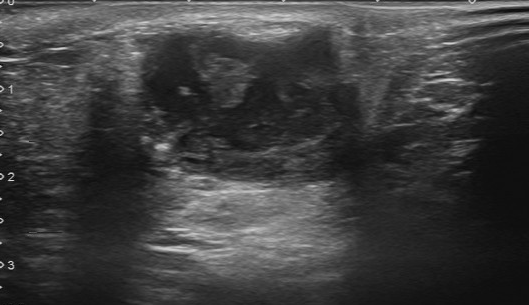
Imaging: breast ultrasound image. Acquired on Toshiba Aplio 300 @12-14 MHz.
Biopsy or follow-up result: malignant.